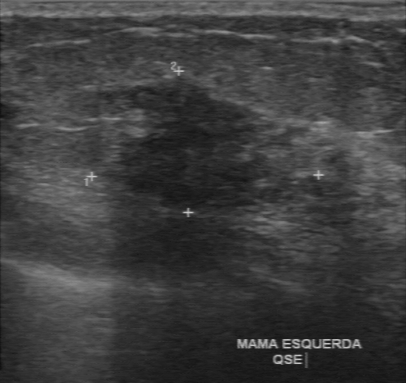
Modality: breast ultrasound scan.
Pixel coordinates (x1, y1, x2, y2): Segment the finding: bounding box (112, 73) to (287, 214). The finding is malignant on biopsy or follow-up. BI-RADS 4.